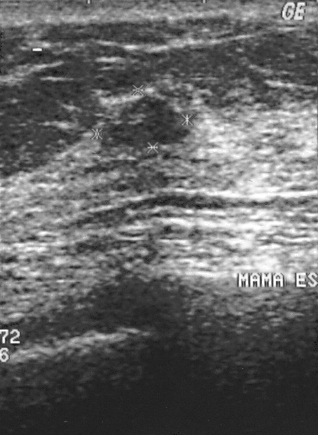
Imaging: breast ultrasound.
The breast lesion is assessed as BI-RADS 2. Pathology confirmed fibrocystic changes. Outcome on biopsy or follow-up: benign.